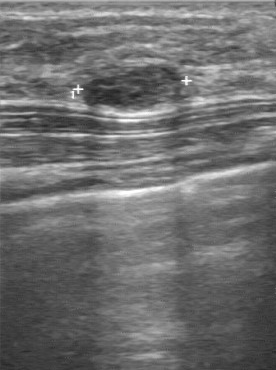
Imaging: breast ultrasound.
The finding demonstrates independent BI-RADS assessment: 3, calcifications: none.